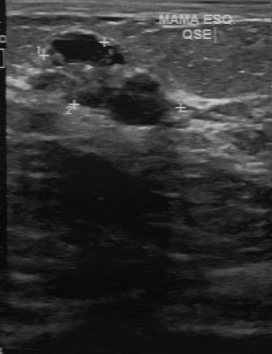
Scanner: GE Logiq 7 @10-14MHz. B-mode breast ultrasound.
Original-read BI-RADS category: 4.
On a second read by an independent reader:
Echo pattern: mixed cystic and solid.
Calcification is suspected.
The margin is irregular.
Its boundary is unclear.
Biopsy showed fibroadenoma, a benign finding.